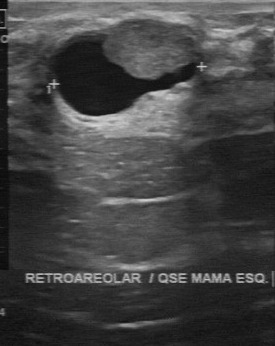
Modality: breast US.
(coordinates in a 275x346 pixel frame) Mass bounding box: (51,17)-(204,118). The mass is benign on biopsy or follow-up.